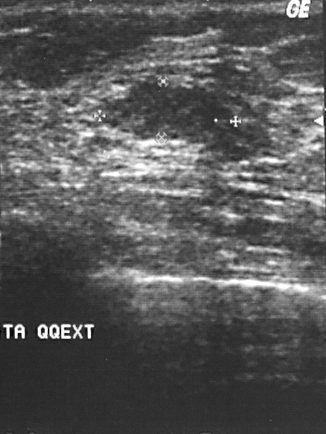
Scanner: GE Logiq 5 @10-12MHz. B-mode breast ultrasound.
Outcome on biopsy or follow-up: benign.